Acquired on GE Logiq 7 @10-14MHz. Breast sonogram.
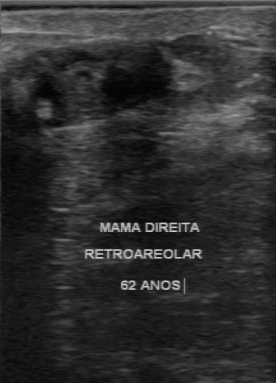
The lesion demonstrates partially regular lesion margin, fairly clear lesion boundary, heterogeneous echo pattern, calcifications: absent.